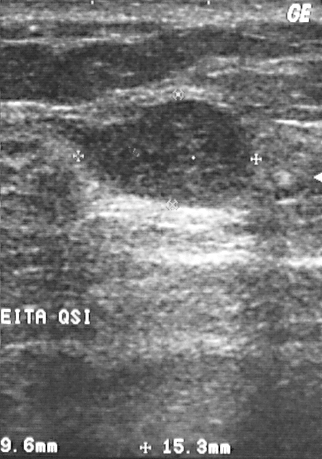
Modality: breast ultrasound.
Lesion bounding box: (80, 102) to (251, 206).